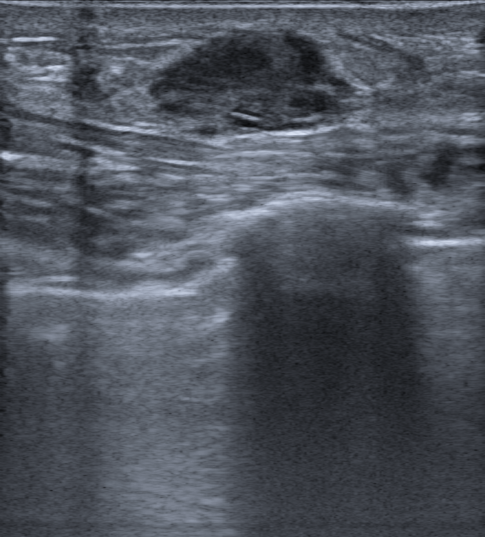
Background tissue composition: heterogeneous: predominantly fibroglandular. Modality: breast ultrasound scan.
An irregular, heterogeneous lesion with non-circumscribed (microlobulated) margins is seen. There are no posterior acoustic features. There is skin thickening. Echogenic halo: absent. BI-RADS assessment: 4C; biopsy or follow-up result: malignant.